B-mode breast ultrasound. 20-year-old patient.
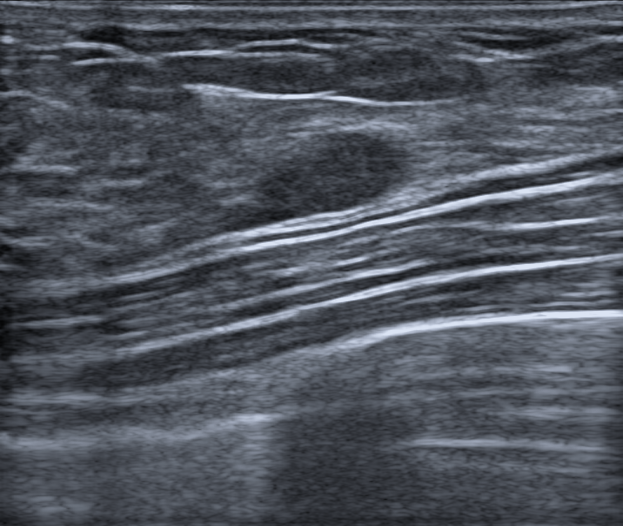
The lesion is oval in shape. Margin: circumscribed. Its echo pattern is hypoechoic. There are no posterior acoustic features. There is no echogenic halo. No calcifications are seen. Skin thickening: none. Biopsy or follow-up result: benign. Biopsy result: Fibroadenosis. BI-RADS assessment: 4A.